Patient age: 43. Modality: breast ultrasound scan. Background echotexture is homogeneous: fibroglandular.
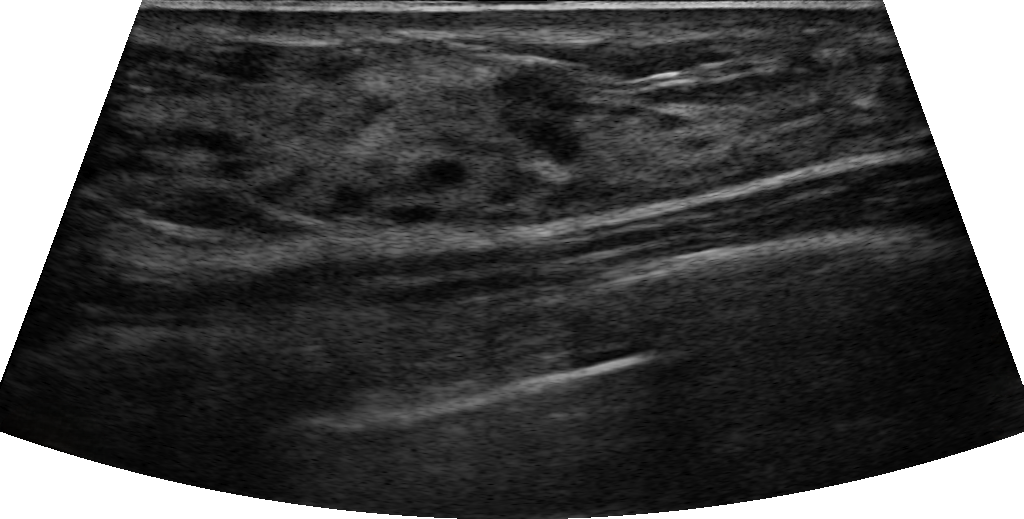
The BI-RADS is 3. Echogenic halo: none. Biopsy or follow-up result: benign. The borders are circumscribed. Posterior features: absent. Echotexture is heterogeneous. The shape is round. There are no calcifications.